Breast ultrasound scan.
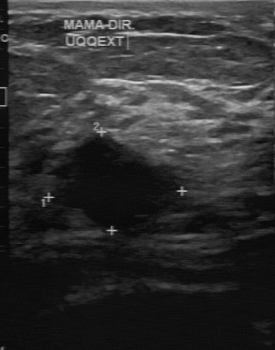
The mass is malignant on biopsy or follow-up.